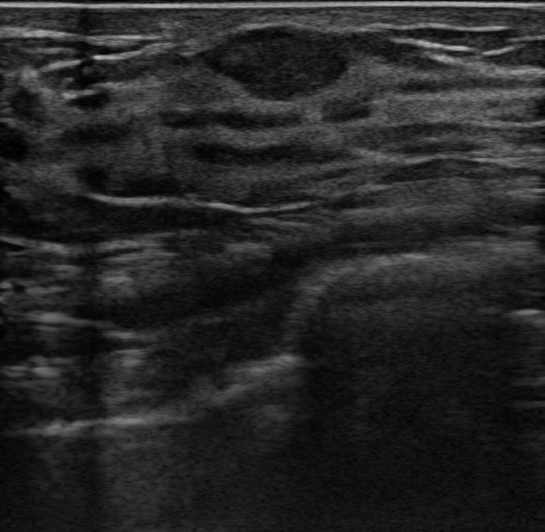
Modality: B-mode breast ultrasound.
B-mode breast ultrasound findings:
- calcifications: absent
- lesion margin: circumscribed
- lesion shape: oval
- BI-RADS assessment: 3
- posterior acoustic features: absent
- skin thickening: none
- echotexture: hypoechoic